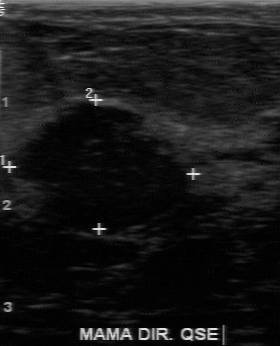
B-mode breast ultrasound.
- calcifications: none
- boundary: somewhat unclear
- BI-RADS (second read): 4A
- BI-RADS (first reader): 3